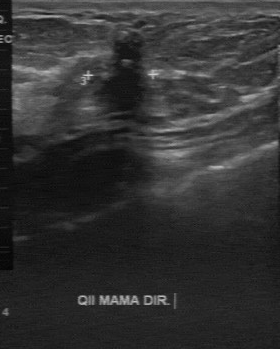
Breast ultrasound scan.
Original-read BI-RADS category: 4. A second, independent read describes the lesion as follows. Margin: irregular. Boundary: unclear. Internally the lesion is hypoechoic. Calcification is suspected. Biopsy showed invasive lobular carcinoma, a malignant finding.